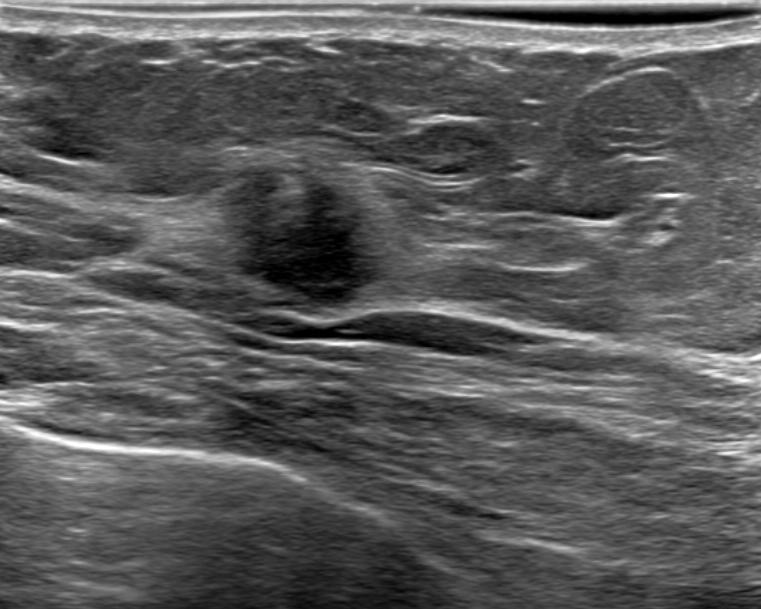
Breast US.
There is an irregular finding that is hypoechoic, with non-circumscribed (indistinct) margins. There are no posterior acoustic features. No skin thickening is seen. Echogenic halo: present. BI-RADS assessment: 4C; biopsy or follow-up result: malignant. Differential on reading: Suspicion of malignancy.